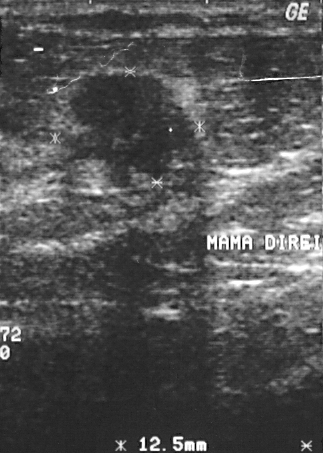
Acquired on GE Logiq 5 @10-12MHz. Modality: B-mode breast ultrasound.
A breast lesion is seen. Assessment: BI-RADS 4. Histopathology: invasive ductal carcinoma (malignant).